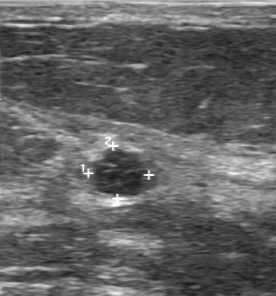
Breast ultrasound image.
Original-read BI-RADS category: 3. On a second, independent read, a lesion with a regular margin and a clear boundary is seen; it is slightly hypoechoic. There are no calcifications. Pathology confirmed benign fibroadenoma.